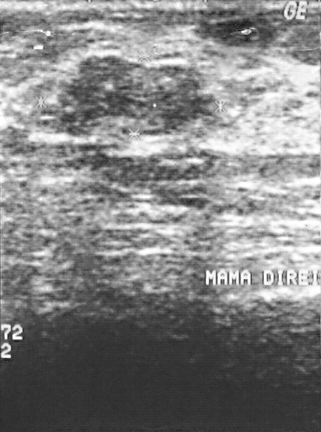
Imaging: B-mode breast ultrasound. Acquired on GE Logiq 5 @10-12MHz.
Segment the finding: bounding box (58,57)-(207,134).